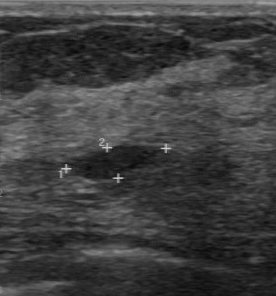
Imaging: breast US.
This breast US shows a breast lesion with regular lesion margin, calcifications: none, biopsy or follow-up result: benign, hypoechoic internal echoes, clear lesion boundary.